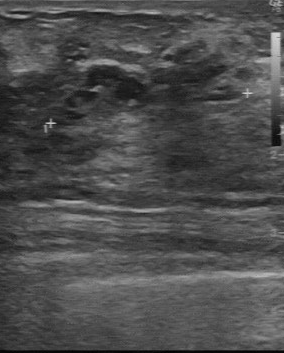
Modality: B-mode breast ultrasound.
FINDINGS: B-mode breast ultrasound. Outcome on biopsy or follow-up: benign. Margin: irregular. Calcifications: absent. Internal echoes: mixed cystic and solid. Boundary: unclear.